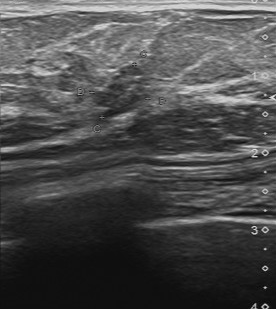
Breast sonogram.
Original-read BI-RADS category: 4. A second reader, independent of the original assessment, describes a slightly hypoechoic breast lesion with a regular margin; the boundary is fairly clear. Pathology confirmed malignant adenocarcinoma.